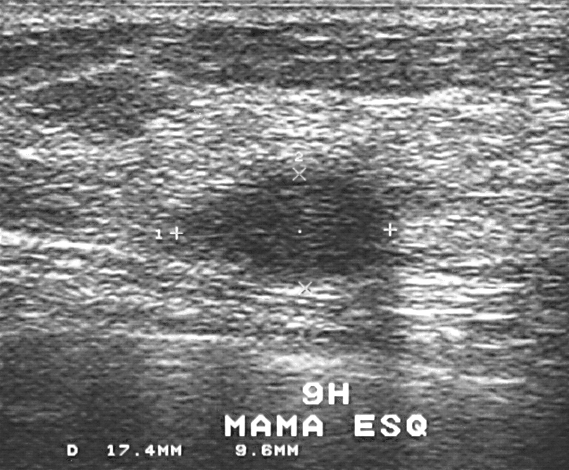
Imaging: breast ultrasound image. Scanner: GE Logiq 5 @10-12MHz.
A lesion is present on this breast ultrasound image. It was assessed as BI-RADS 3. The biopsy result was fibrocystic changes; the lesion is benign.